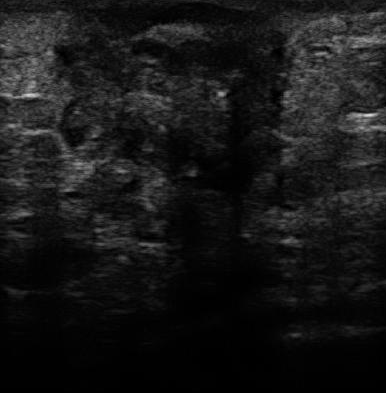
Scanner: U-Systems @10-14MHz. Modality: breast US.
Contour: irregular. Lesion boundary: unclear. Calcifications: multiple calcifications. Echogenicity: heterogeneous.